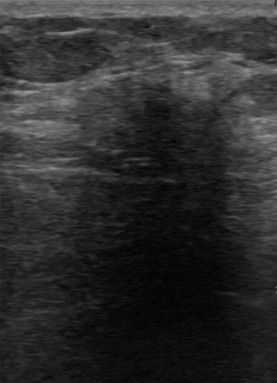
Modality: breast ultrasound scan. Scanner: GE Logiq 7 @10-14MHz.
The original reader assigned BI-RADS 4. The following findings are from a second reader, independent of the original assessment. The margin is irregular. Boundary: unclear. Internally the breast lesion is slightly hypoechoic. Calcifications: none. The biopsy result was invasive lobular carcinoma; the breast lesion is malignant.